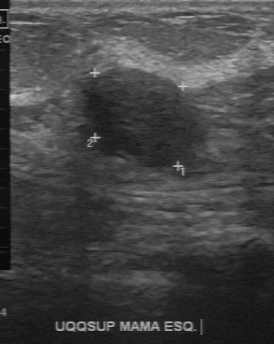
Imaging: breast ultrasound image.
A mass is seen with regular lesion margin, calcifications: absent, slightly hypoechoic echo pattern, clear boundary.